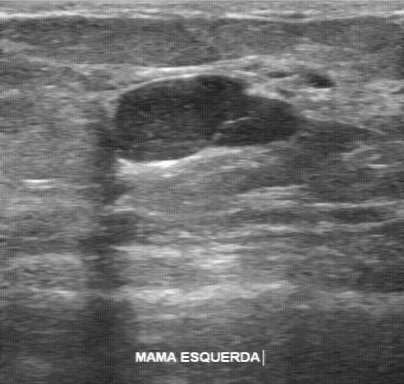
Imaging: breast ultrasound scan.
The boundary is clear. Biopsy or follow-up result is benign. The lesion margin is regular. Echogenicity: hypoechoic. There are no calcifications. The histopathology is cyst.